Imaging: B-mode breast ultrasound.
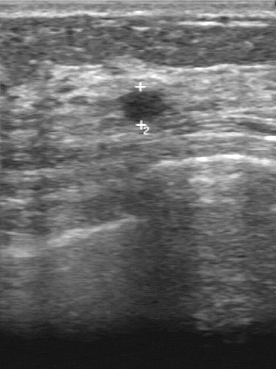
BI-RADS 2 in the original read. On a second, independent read, a breast lesion with a regular margin and a clear boundary is seen; it is slightly hypoechoic. Pathology confirmed benign cyst.